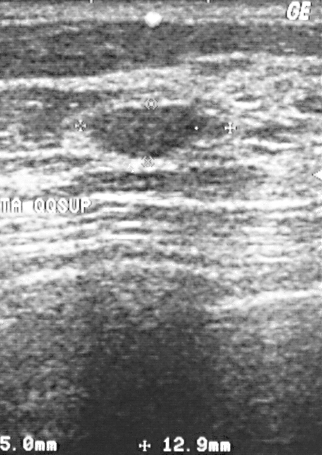
Imaging: breast US.
Finding: lesion, benign on biopsy or follow-up.